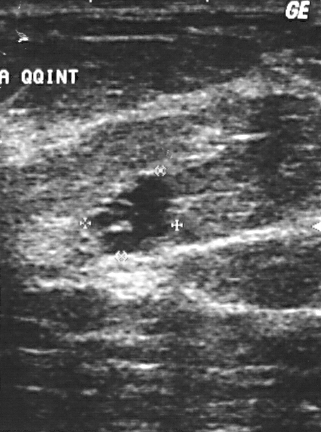
Acquired on GE Logiq 5 @10-12MHz. Imaging: breast sonogram.
Biopsy or follow-up result: benign. The lesion is assessed as BI-RADS 3. The biopsy result was cyst.